Breast ultrasound.
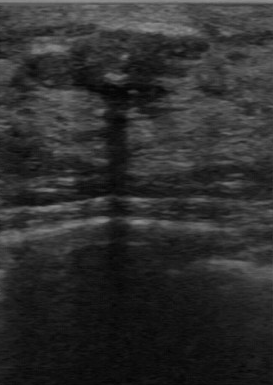
Mass: benign on biopsy or follow-up.